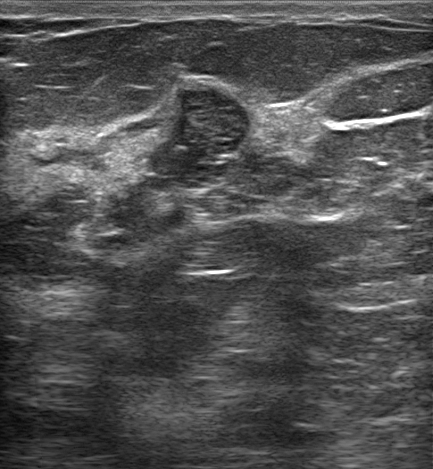
B-mode breast ultrasound.
A finding is seen with echogenic halo: absent, posterior acoustic features: enhancement, calcifications: none, hypoechoic echogenicity, skin thickening: none, biopsy result: Fibroadenoma, verification: confirmed by biopsy, irregular shape, not circumscribed - indistinct lesion margin, radiologic interpretation: Suspicion of malignancy; Fibroadenoma; Intraductal papilloma, BI-RADS category: 4B.